Breast ultrasound image.
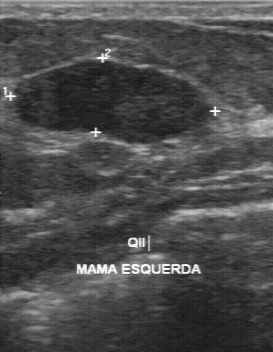
FINDINGS: Breast ultrasound image. Independent BI-RADS assessment: 3.